Scanner: GE Logiq 5 @10-12MHz. Breast ultrasound image.
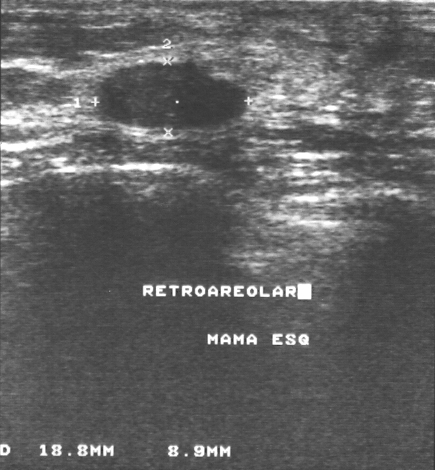
Biopsy or follow-up result: benign. (BI-RADS category 2.)